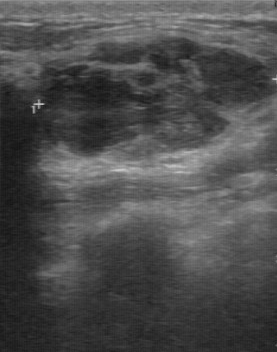
Imaging: breast sonogram.
(coordinates in a 277x352 pixel frame) Lesion region of interest: x1=39, y1=37, x2=266, y2=156.